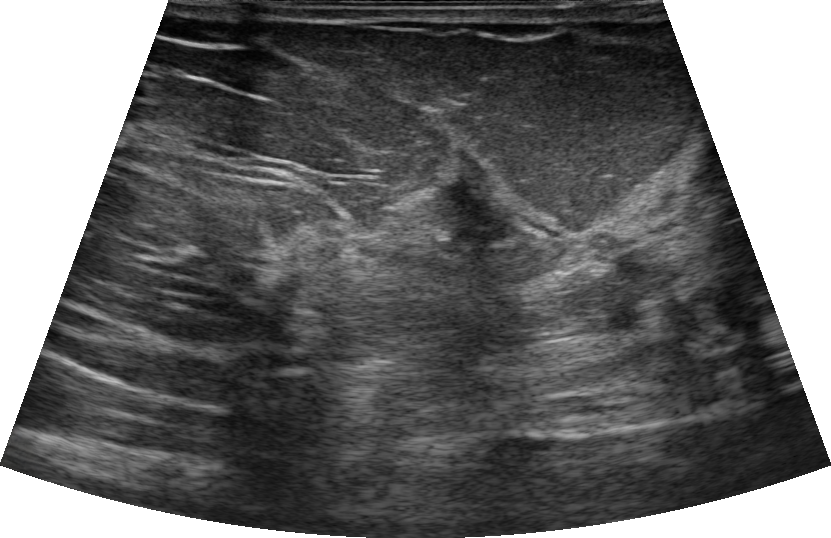
Breast ultrasound. Background echotexture is heterogeneous: predominantly fibroglandular.
Findings: an irregular finding of hypoechoic echotexture with margins that are not circumscribed (angular and indistinct). There are no posterior features. There is no skin thickening. BI-RADS 4B; malignant on biopsy or follow-up. Radiologist's impression: Suspicion of malignancy. Biopsy result: Invasive carcinoma of no special type (NST).